Breast ultrasound scan. Background tissue composition: heterogeneous: predominantly fat.
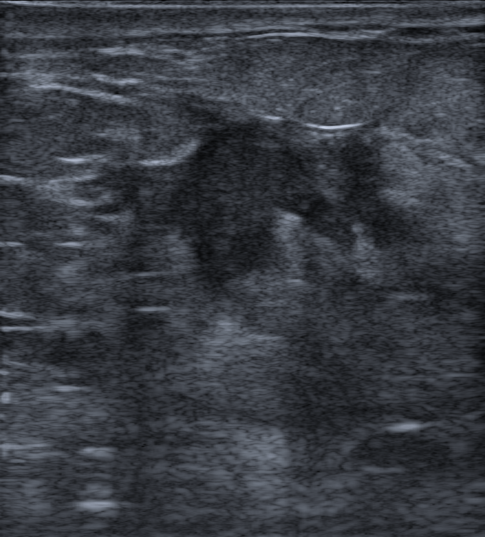
The finding is irregular and hypoechoic; its margin is not circumscribed (spiculated and indistinct). There is posterior acoustic shadowing. BI-RADS 5; outcome on biopsy or follow-up: malignant. Biopsy confirmed invasive carcinoma of no special type (NST).